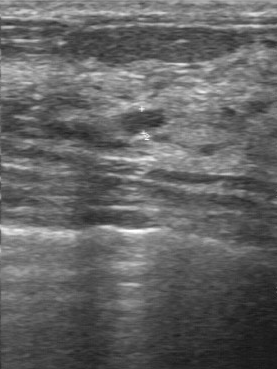
Breast sonogram.
FINDINGS: Breast sonogram. Second-reader BI-RADS: 2. BI-RADS (first reader): 3.